Breast ultrasound scan.
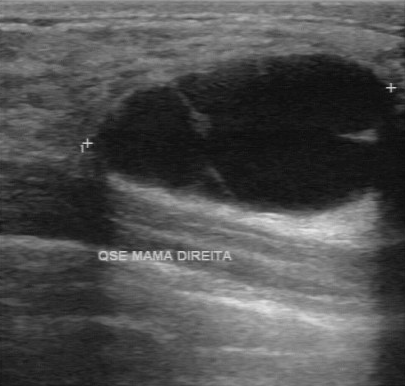
The original reader assigned BI-RADS 2.
A second, independent read describes the breast lesion as follows.
The breast lesion has a regular margin.
Its boundary is clear.
Echo pattern: anechoic.
Calcifications: none.
The biopsy result was cyst; the breast lesion is benign.